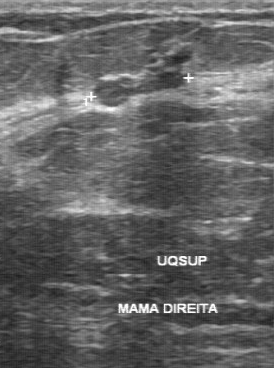
Scanner: GE Logiq 7 @10-14MHz. Imaging: breast US.
The lesion was assessed as BI-RADS 4 by the original reader. The following findings are from a second reader, independent of the original assessment. The lesion has a partially regular margin. Boundary: somewhat unclear. Calcifications: none. The lesion is slightly hypoechoic. Histopathology: fibroadenoma (benign).